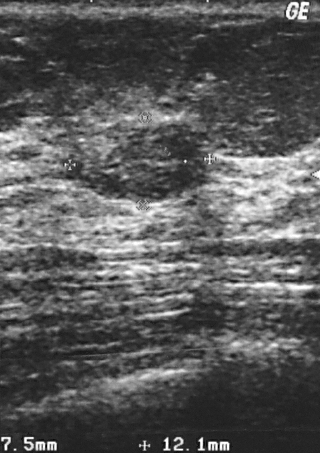
Modality: breast US.
Coordinates are pixels in the 320x453 image. The finding occupies approximately (89, 138) to (206, 202).